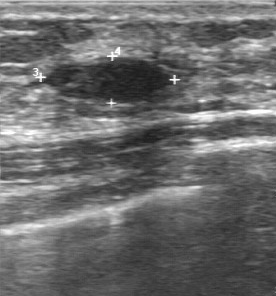
Breast ultrasound image. Scanner: GE Logiq 7 @10-14MHz.
BI-RADS 3 in the original read; on a second read the margin is regular, the boundary clear and the mass hypoechoic. Calcifications: none. The biopsy result was fibroadenoma; the mass is benign.